Imaging: breast US.
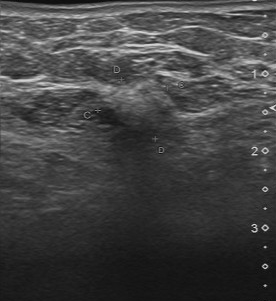
The mass was assessed as BI-RADS 4 by the original reader.
Descriptors from an independent second read (not the reader who assigned the category):
Margin: irregular.
Boundary: unclear.
The mass is slightly hypoechoic.
Calcifications: none.
The biopsy result was invasive ductal carcinoma; the mass is malignant.